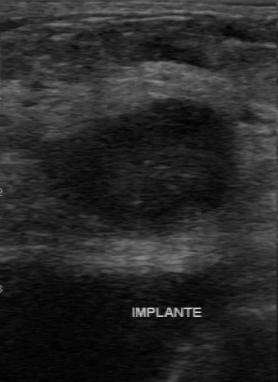
Breast US.
The original reader assigned BI-RADS 4.
Descriptors from an independent second read (not the reader who assigned the category):
The mass has a regular margin.
Its boundary is somewhat unclear.
Internally the mass is hypoechoic.
Calcifications: none.
Biopsy showed invasive ductal carcinoma, a malignant finding.